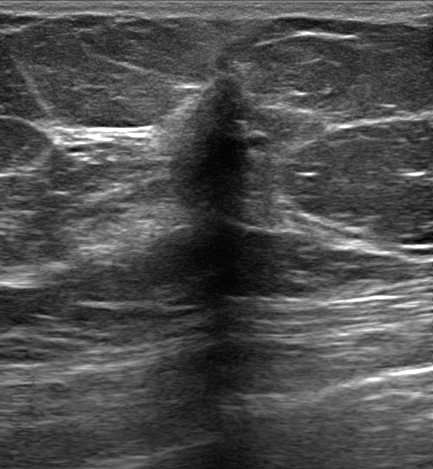
62-year-old patient. Breast ultrasound.
This breast ultrasound shows a finding, malignant on biopsy or follow-up.